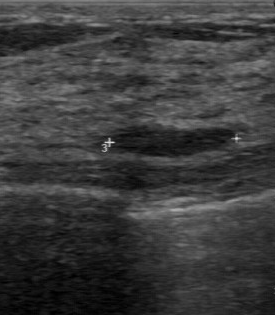
Imaging: breast ultrasound scan. Acquired on GE Logiq 7 @10-14MHz.
The margin is regular. Calcifications are absent. Internal echoes are hypoechoic. Lesion boundary: clear.